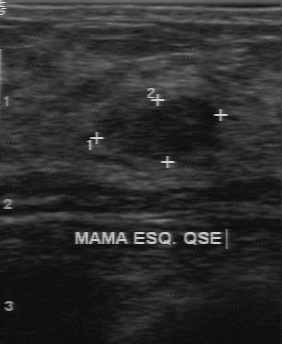
Imaging: breast ultrasound.
The original reader assigned BI-RADS 3. Findings on the second read (an independent reader): a hypoechoic mass, margin regular, boundary clear. The biopsy result was fibroadenoma; the mass is benign.